Breast sonogram.
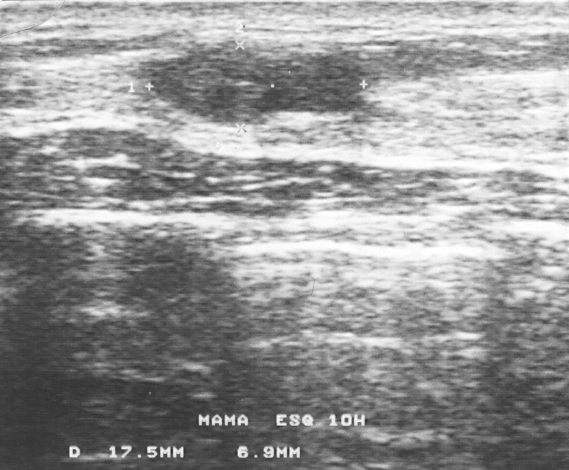
A finding is present on this breast sonogram. It was assessed as BI-RADS 3. Histopathology: fibroadenoma (benign).